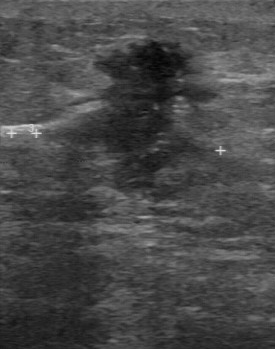
Breast ultrasound image. Scanner: GE Logiq 7 @10-14MHz.
Pixel coordinates (x1, y1, x2, y2): The lesion occupies approximately (63,39)-(219,169). The lesion is malignant on biopsy or follow-up. BI-RADS 5.